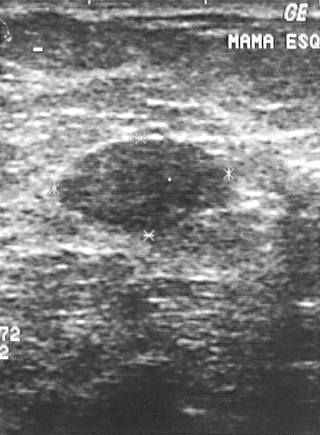
Breast US.
Pixel coordinates (x1, y1, x2, y2): Lesion bounding box: (56,137)-(224,236).